Breast ultrasound image.
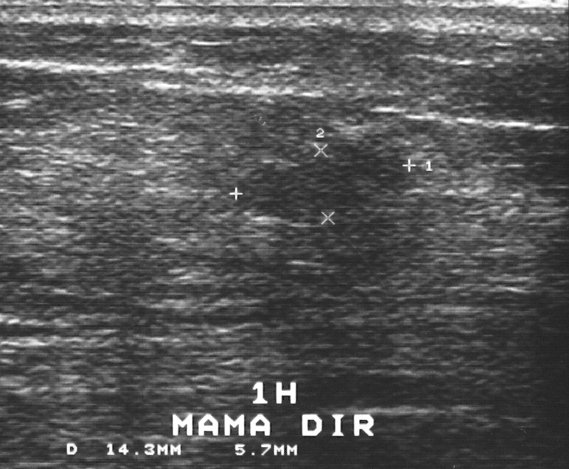
A breast lesion is seen. BI-RADS category 3. Histopathology: fibroadenoma (benign).